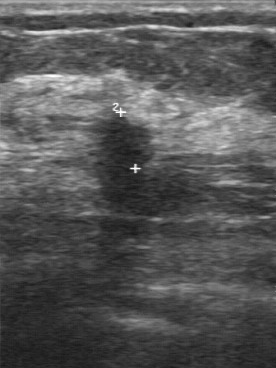
Scanner: GE Logiq 7 @10-14MHz. Breast US.
Biopsy or follow-up result: malignant.